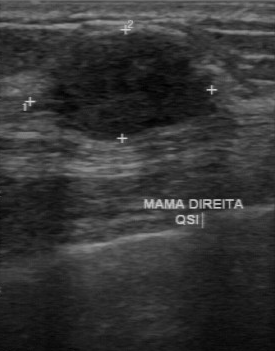
Scanner: GE Logiq 7 @10-14MHz. Breast sonogram.
The breast lesion is malignant on biopsy or follow-up.